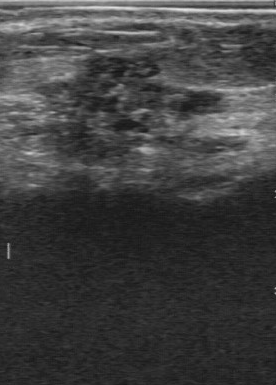
Imaging: breast ultrasound.
The finding occupies approximately x1=42, y1=52, x2=219, y2=165.